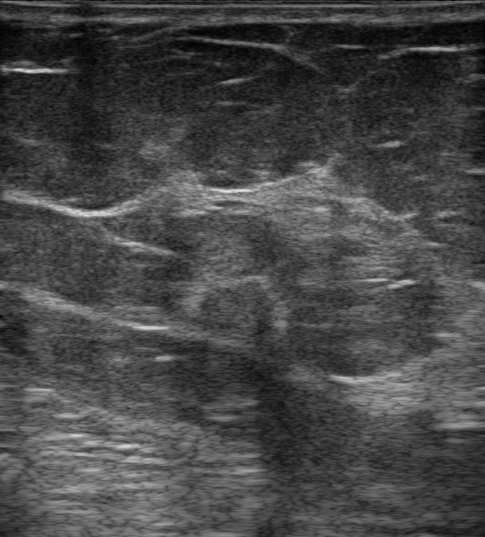
Background echotexture is homogeneous: fat. Breast sonogram.
Pixel coordinates (x1, y1, x2, y2): The finding occupies approximately [184, 275, 286, 353]. The finding is malignant on biopsy or follow-up.